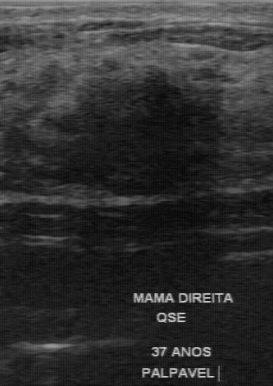
Breast sonogram.
The boundary is somewhat unclear. Echo pattern: hypoechoic. Biopsy or follow-up result is benign. The lesion margin is partially regular. There are no calcifications.